Breast ultrasound image.
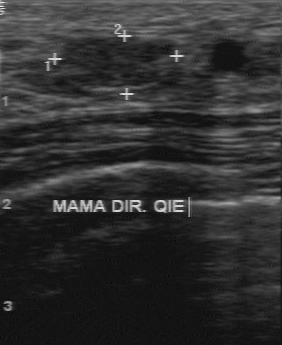
Biopsy or follow-up result: benign. (BI-RADS category 3.)